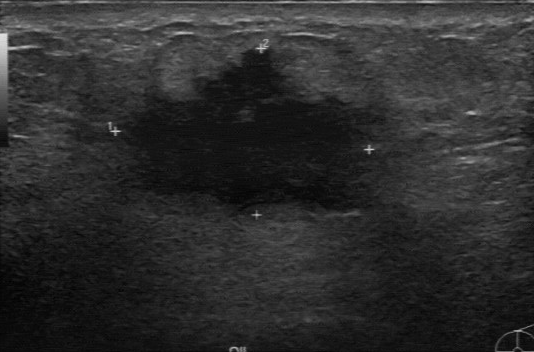
B-mode breast ultrasound.
Lesion region of interest: (119, 46) to (380, 214).